Acquired on GE Logiq 7 @10-14MHz. Modality: breast sonogram.
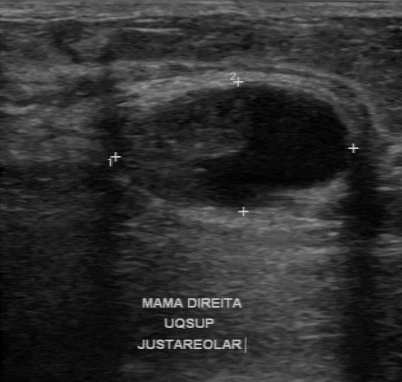
The breast lesion was assessed as BI-RADS 4 by the original reader. Findings on the second read (an independent reader): a breast lesion of mixed cystic and solid echotexture, margin regular, boundary fairly clear. Histopathology: sclerosing adenosis (benign).